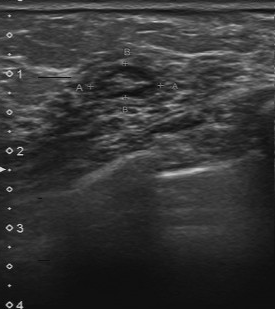
Modality: breast sonogram.
- lesion boundary: clear
- contour: regular
- calcifications: none
- echo pattern: heterogeneous
- pathology: fibrocystic changes